B-mode breast ultrasound.
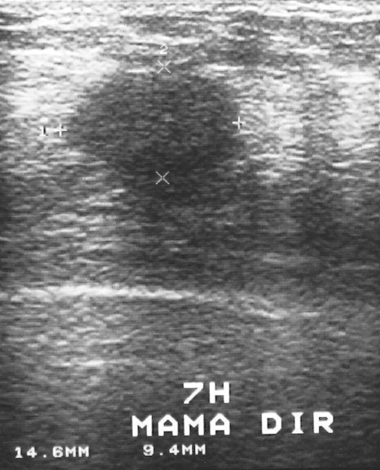
Finding bounding box: top-left (59, 64), bottom-right (245, 183). The finding is malignant on biopsy or follow-up.